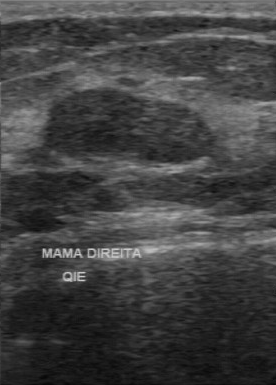
Modality: breast ultrasound.
Breast ultrasound findings:
- echogenicity: hypoechoic
- boundary: clear
- contour: regular
- second-reader BI-RADS: 3